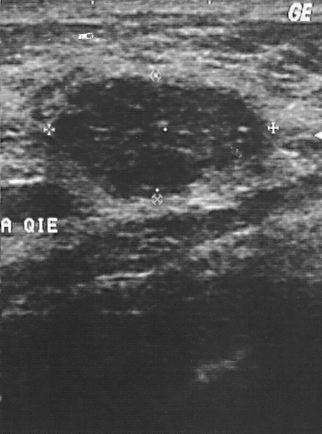
Breast ultrasound image.
The BI-RADS assessment is 2.